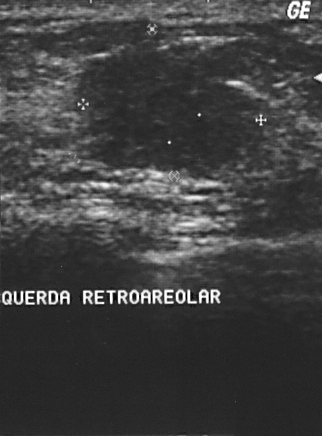
Modality: breast ultrasound. Scanner: GE Logiq 5 @10-12MHz.
Lesion region of interest: [77, 36, 252, 179]. The finding is malignant on biopsy or follow-up.